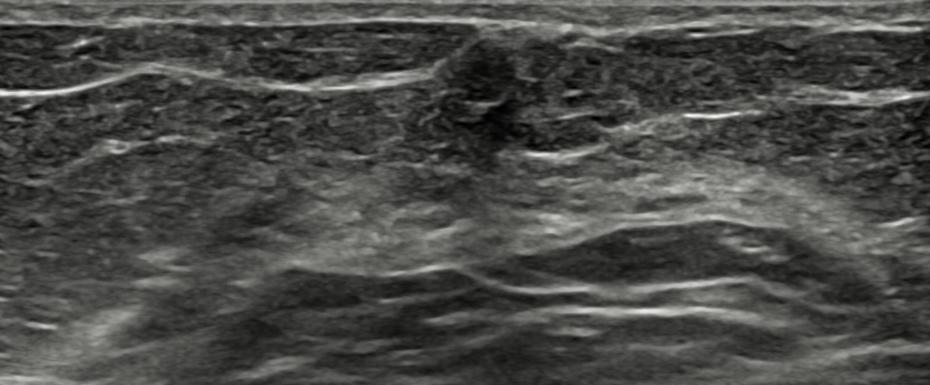
Breast sonogram.
FINDINGS: Breast sonogram. Margin: circumscribed. Skin thickening: none. BI-RADS: 3. Echogenic halo: none. Posterior features: none. Biopsy or follow-up result: benign. Shape: round. Biopsy result: Benign mammary dysplasia.
OUTCOME ON BIOPSY OR FOLLOW-UP: benign.